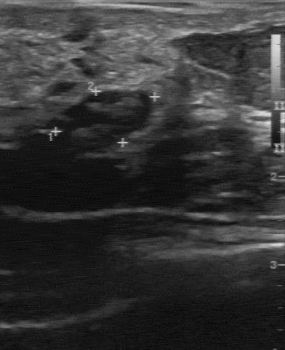
Imaging: breast sonogram.
Biopsy or follow-up result: benign. BI-RADS 4.